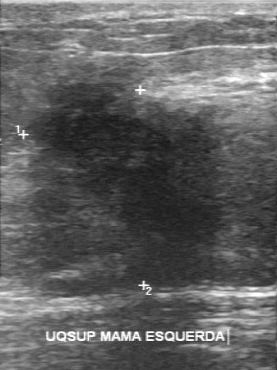
Modality: breast ultrasound.
Original-read BI-RADS category: 5.
Descriptors from an independent second read (not the reader who assigned the category):
The lesion has an irregular margin.
Echo pattern: slightly hypoechoic.
The lesion boundary is unclear.
No calcifications are seen.
Histopathology: invasive ductal carcinoma (malignant).